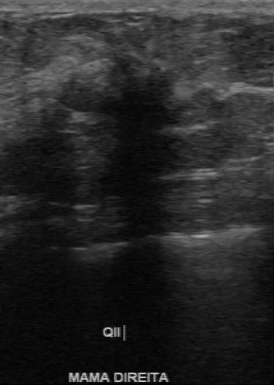
Imaging: B-mode breast ultrasound. Scanner: GE Logiq 7 @10-14MHz.
Original-read BI-RADS category: 4. On a second, independent read, a finding with an irregular margin and an unclear boundary is seen; it is hypoechoic. The biopsy result was invasive ductal carcinoma; the finding is malignant.